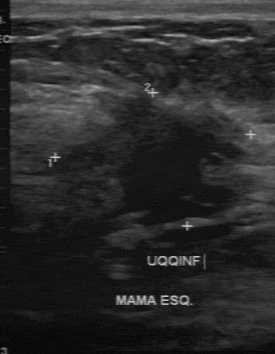
Imaging: breast ultrasound image.
The original reader assigned BI-RADS 4. The following findings are from a second reader, independent of the original assessment. Boundary: unclear. No calcifications are seen. The lesion is hypoechoic. Margin: irregular. Histopathology: invasive ductal carcinoma (malignant).